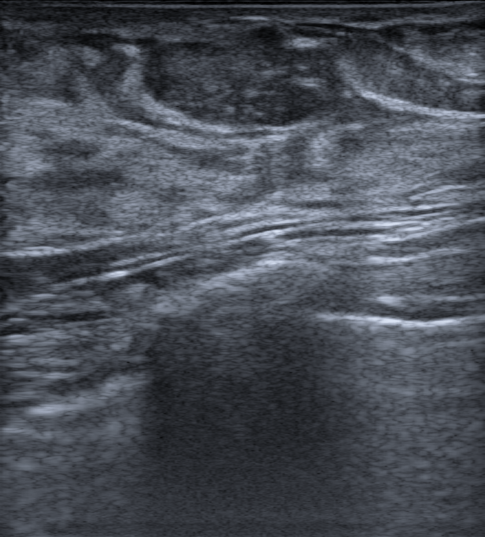
Patient age: 42. Breast ultrasound scan.
The mass is benign on biopsy or follow-up.